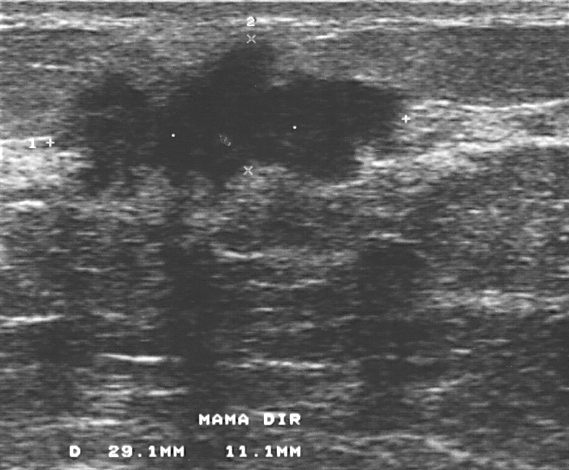
Imaging: breast ultrasound.
A finding is present on this breast ultrasound. Assessment: BI-RADS 4. The biopsy result was invasive ductal carcinoma; the finding is malignant.